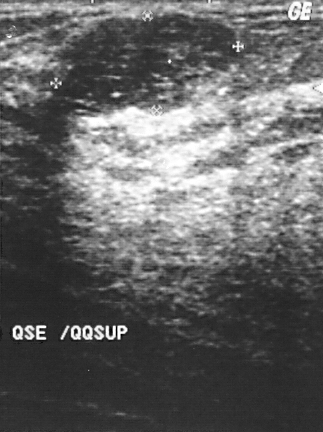
Imaging: breast sonogram. Acquired on GE Logiq 5 @10-12MHz.
A lesion is seen. Assessment: BI-RADS 2. Pathology confirmed benign fibroadenoma.